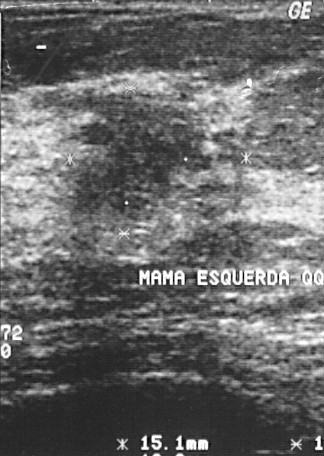
Scanner: GE Logiq 5 @10-12MHz. Imaging: B-mode breast ultrasound.
BI-RADS assessment: 4.
Histopathology: invasive ductal carcinoma (malignant).
Outcome on biopsy or follow-up: malignant.